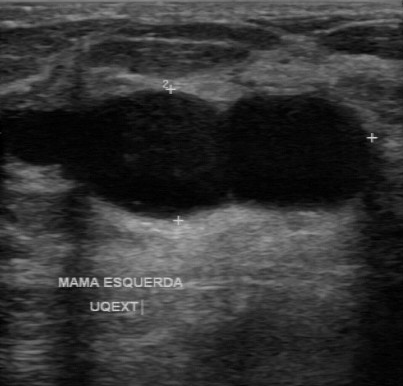
Breast sonogram.
FINDINGS: Boundary: clear. Echogenicity: anechoic. Lesion margin: regular. BI-RADS (first reader): 2. Second-reader BI-RADS: 2. Calcifications: absent.